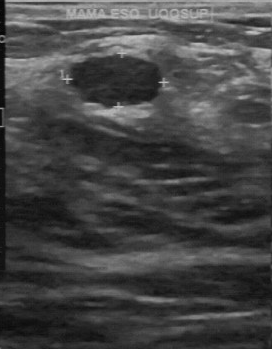
Imaging: breast sonogram. Acquired on GE Logiq 7 @10-14MHz.
Pixel coordinates (x1, y1, x2, y2): The mass occupies approximately [70, 56, 160, 107]. The mass is benign on biopsy or follow-up. BI-RADS 2.